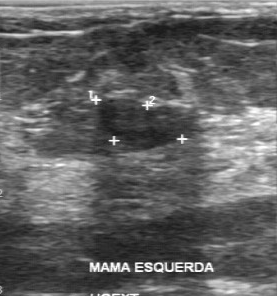
Scanner: GE Logiq 7 @10-14MHz. Modality: breast sonogram.
Contour: regular. Confirmed outcome (biopsy or follow-up): benign. Calcifications: absent. Internal echoes: slightly hypoechoic. Lesion boundary: clear.